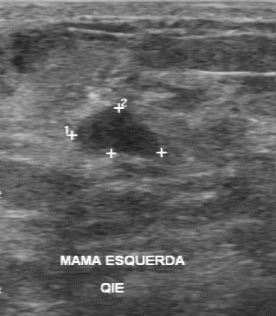
Imaging: breast ultrasound.
Coordinates are pixels in the 276x316 image. The lesion occupies approximately top-left (75, 108), bottom-right (162, 159).